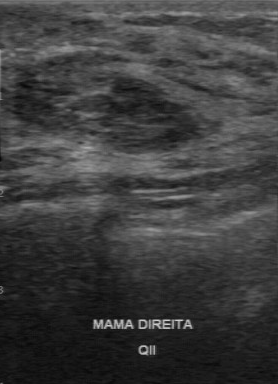
Breast sonogram.
BI-RADS 4 in the original read. On a second, independent read, a breast lesion with a regular margin and a clear boundary is seen; it is hypoechoic. There are no calcifications. Pathology confirmed benign fibroadenoma.